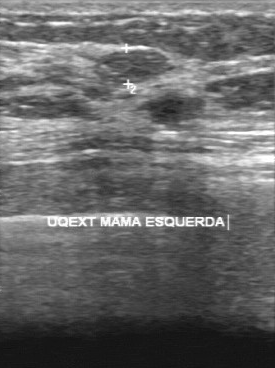
Acquired on GE Logiq 7 @10-14MHz. Imaging: breast ultrasound image.
Pixel coordinates (x1, y1, x2, y2): Breast lesion bounding box: (94,50)-(175,85).